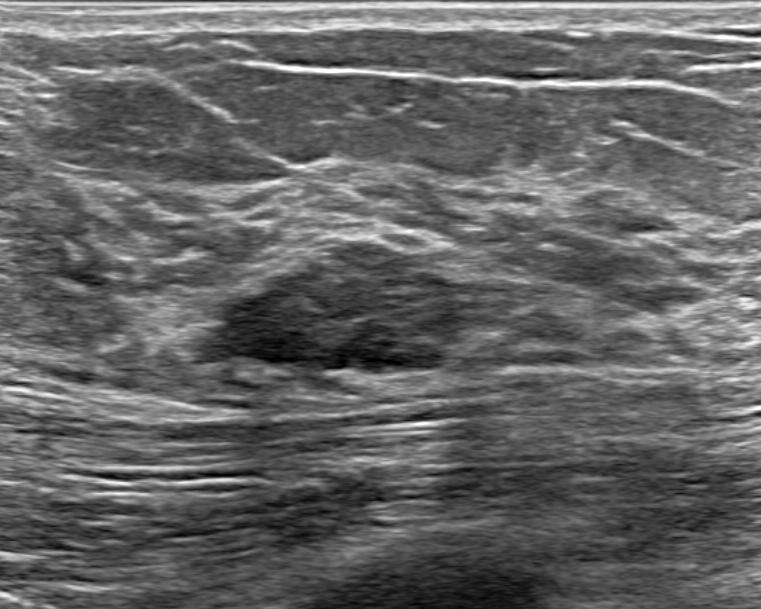
Age 38. B-mode breast ultrasound.
Coordinates are pixels in the 761x609 image. Breast lesion bounding box: [196, 230, 466, 376]. BI-RADS 4A.